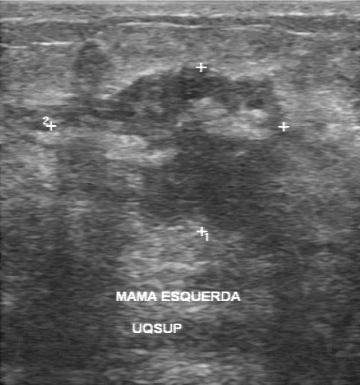
Imaging: B-mode breast ultrasound.
The lesion is located within the bounding box top-left (60, 65), bottom-right (288, 225). The lesion is malignant on biopsy or follow-up.